Imaging: breast ultrasound scan.
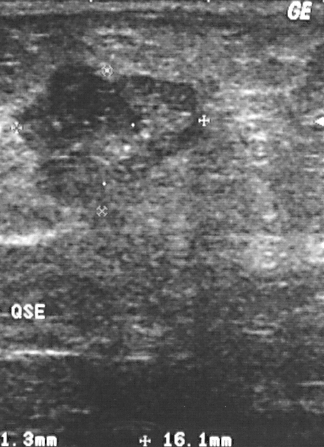
Pixel coordinates (x1, y1, x2, y2): The finding is located within the bounding box [14, 61, 206, 210]. BI-RADS 5.